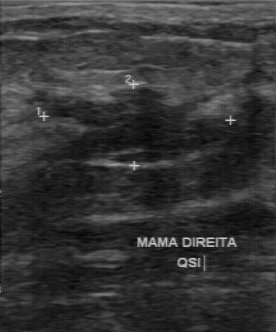
Imaging: breast US.
Lesion: benign on biopsy or follow-up. (BI-RADS category 4.)